Modality: B-mode breast ultrasound. Acquired on GE Logiq 5 @10-12MHz.
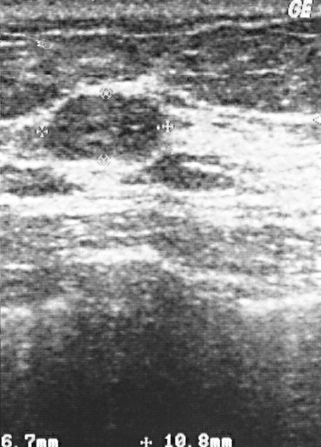
The biopsy result was fibroadenoma; the mass is benign. Outcome on biopsy or follow-up: benign. BI-RADS category 2.